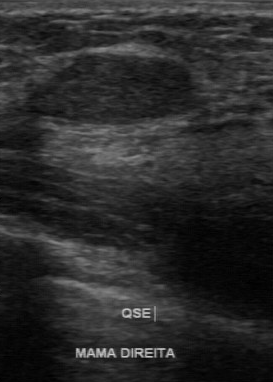
Breast ultrasound scan.
Biopsy result is fibroadenoma. The confirmed outcome (biopsy or follow-up) is benign. BI-RADS assessment is 2.